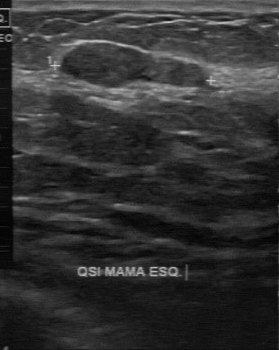
Breast sonogram.
The original reader assigned BI-RADS 3.
Descriptors from an independent second read (not the reader who assigned the category):
The margin is regular.
The lesion boundary is clear.
Internally the mass is slightly hypoechoic.
No calcifications are seen.
Histopathology: fibroadenoma (benign).